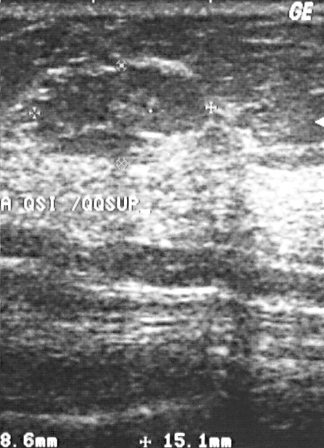
Breast ultrasound scan.
The breast lesion is benign on biopsy or follow-up. (BI-RADS category 3.)